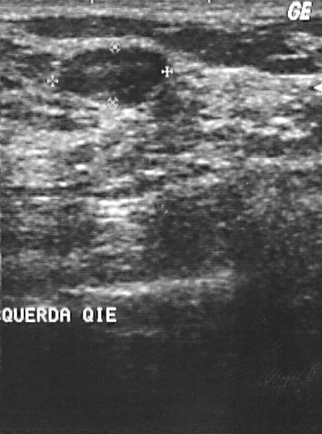
Modality: breast ultrasound scan.
A finding is seen. It was assessed as BI-RADS 2. The biopsy result was fibroadenoma; the finding is benign.